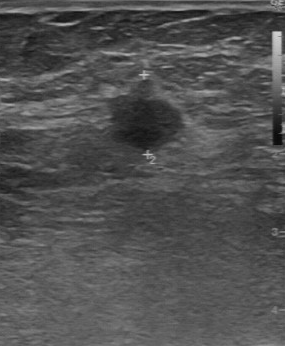
Modality: breast ultrasound.
Original-read BI-RADS category: 4. On a second, independent read, a breast lesion with a partially regular margin and a somewhat unclear boundary is seen; it is hypoechoic. There are no calcifications. Pathology confirmed malignant invasive ductal carcinoma.